Imaging: breast ultrasound scan.
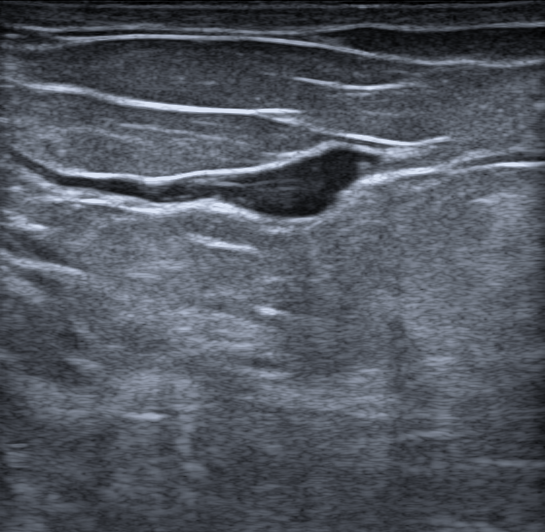
There is an oval mass that is hyperechoic, with a circumscribed margin. No posterior acoustic features are seen. No skin thickening is seen. The mass is categorized as BI-RADS 4A; on biopsy or follow-up it was benign. Histopathology: Usual ductal hyperplasia (UDH); Pseudoangiomatous stromal hyperplasia (PASH).